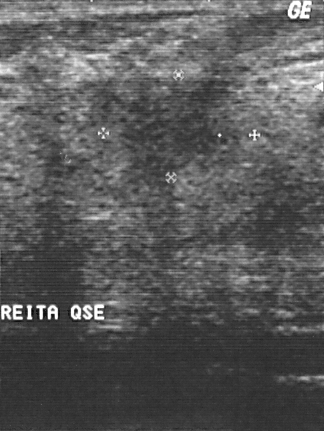
Breast US.
- BI-RADS category: 4